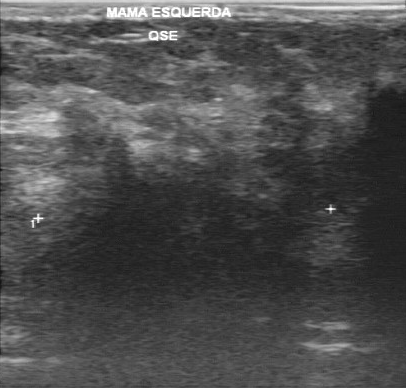
Scanner: GE Logiq 7 @10-14MHz. Breast ultrasound scan.
Biopsy or follow-up result: malignant. (BI-RADS category 5.)